Modality: B-mode breast ultrasound.
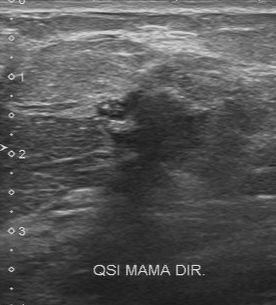
Pixel coordinates (x1, y1, x2, y2): Segment the finding: bounding box 92 87 213 204. BI-RADS 5.